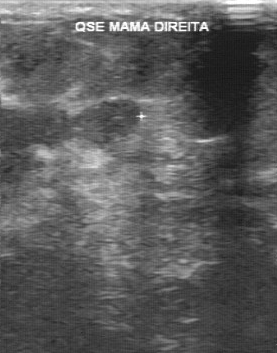
Modality: breast sonogram.
Biopsy or follow-up result: malignant.